B-mode breast ultrasound.
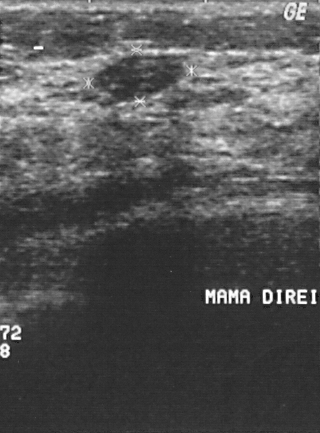
The breast lesion demonstrates BI-RADS: 2.